Modality: breast US.
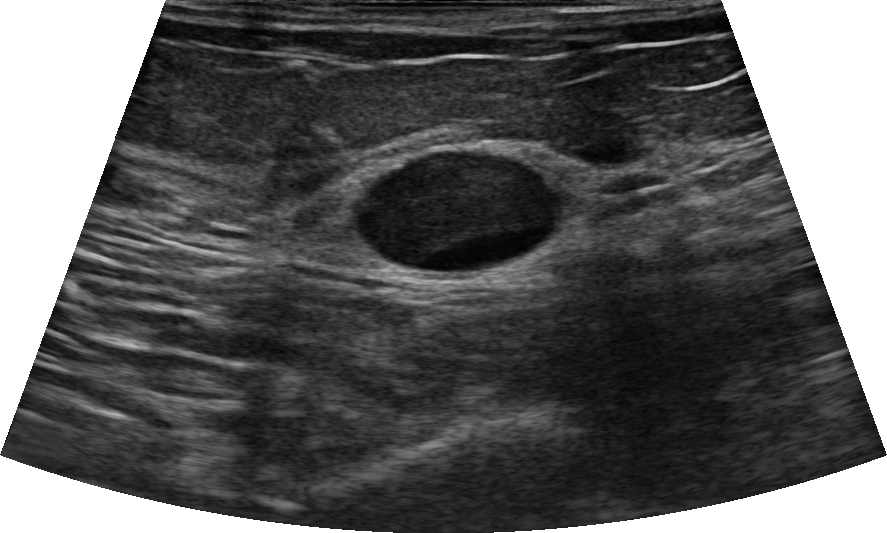
Radiologist's impression: Complex cyst / Non-simple cyst; Cyst filled with thick fluid; Intraductal papilloma. Histopathology: Simple cyst. The breast lesion is assessed as BI-RADS 4A. The breast lesion is oval in shape. Margin: circumscribed. The breast lesion is heterogeneous. There are no posterior acoustic features. Echogenic halo: absent. No calcifications are seen. No skin thickening is seen.